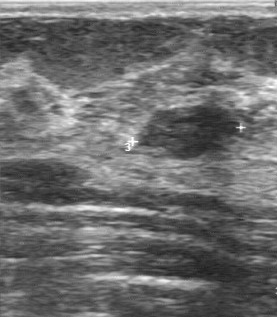
Imaging: breast sonogram.
Calcifications are absent. Pathology: fibroadenoma. Echogenicity: hypoechoic. The lesion margin is regular. Boundary is clear.